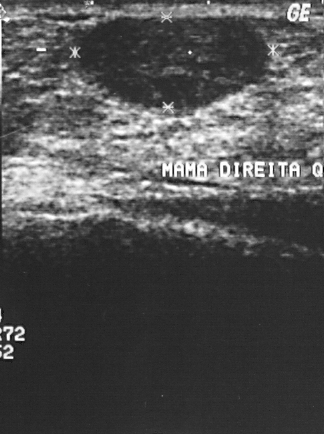
Imaging: breast US.
The BI-RADS assessment is 2. Pathology: fibroadenoma.